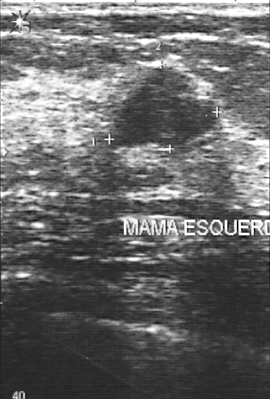
Modality: breast ultrasound scan.
Segment the lesion: bounding box top-left (112, 66), bottom-right (216, 146).